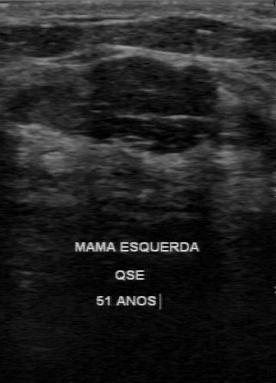
Modality: breast ultrasound image.
The lesion was assessed as BI-RADS 2 by the original reader. Descriptors from an independent second read (not the reader who assigned the category): Its boundary is somewhat unclear. Internally the lesion is hypoechoic. Margin: regular. No calcifications are seen. Biopsy showed fibroadenoma, a benign finding.